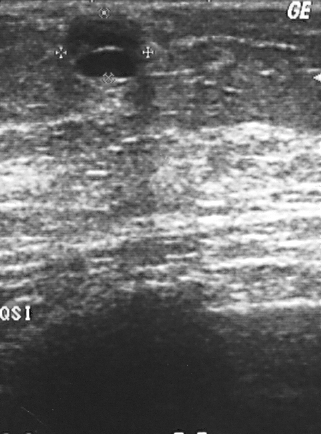
Imaging: B-mode breast ultrasound.
This B-mode breast ultrasound shows a breast lesion, benign on biopsy or follow-up.